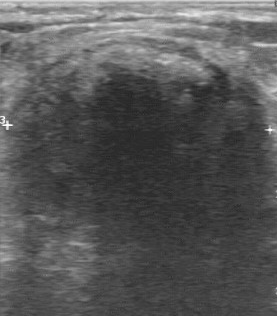
Acquired on GE Logiq 7 @10-14MHz. Breast US.
Coordinates are pixels in the 277x316 image. The lesion occupies approximately x1=11, y1=41, x2=267, y2=225.